Breast ultrasound image. Acquired on GE Logiq 7 @10-14MHz.
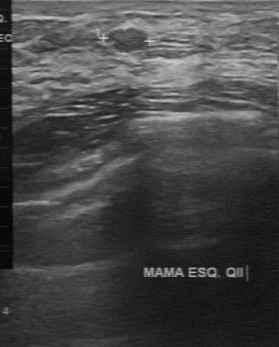
Lesion characteristics:
- outcome on biopsy or follow-up: benign
- BI-RADS: 3